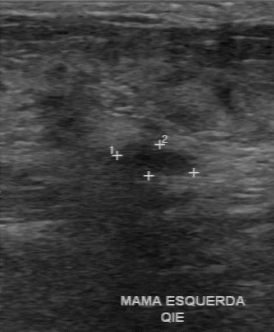
Modality: breast sonogram.
Lesion region of interest: top-left (117, 145), bottom-right (191, 175). The finding is benign on biopsy or follow-up.